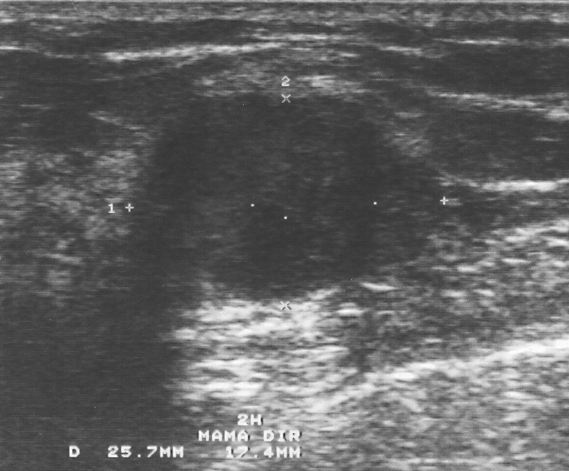
Scanner: GE Logiq 5 @10-12MHz. Imaging: breast ultrasound.
This breast ultrasound shows a mass. Assessment: BI-RADS 3. Biopsy showed fibroadenoma, a benign finding.